Imaging: breast US.
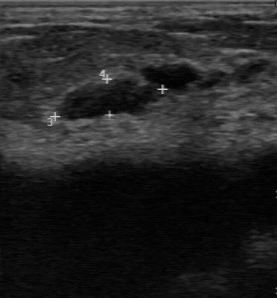
The original reader assigned BI-RADS 2.
The following findings are from a second reader, independent of the original assessment.
Echo pattern: hypoechoic.
The breast lesion has a regular margin.
There are no calcifications.
Boundary: clear.
Biopsy showed cyst, a benign finding.